Imaging: breast ultrasound scan.
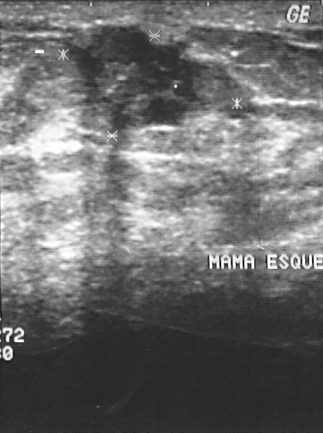
A lesion is seen. BI-RADS category 4. Pathology confirmed benign fibroadenoma.